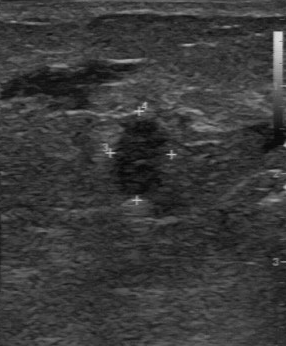
Modality: B-mode breast ultrasound.
Coordinates are pixels in the 286x346 image. The breast lesion occupies approximately [110, 115, 171, 199]. The breast lesion is malignant on biopsy or follow-up.